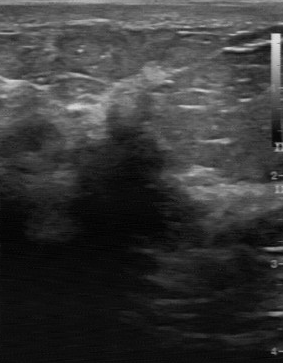
B-mode breast ultrasound.
Coordinates are pixels in the 283x363 image. The mass is located within the bounding box (54,92)-(212,252).